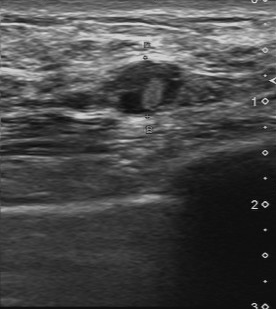
Acquired on Toshiba Aplio 300 @12-14 MHz. Modality: breast ultrasound scan.
Finding: breast lesion, benign on biopsy or follow-up.